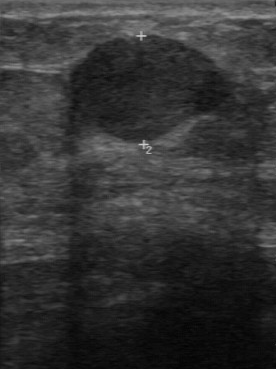
B-mode breast ultrasound. Scanner: GE Logiq 7 @10-14MHz.
Segment the finding: bounding box (65, 37) to (234, 144). The finding is malignant on biopsy or follow-up.